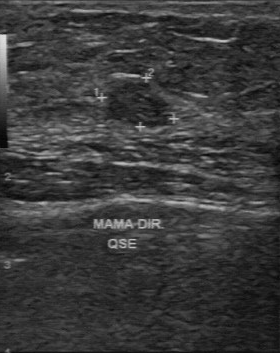
Imaging: breast ultrasound scan.
The breast lesion was assessed as BI-RADS 3 by the original reader. A second, independent read describes the breast lesion as follows. The margin is regular. Boundary: clear. The breast lesion is slightly hypoechoic. No calcifications are seen. The biopsy result was invasive ductal carcinoma; the breast lesion is malignant.